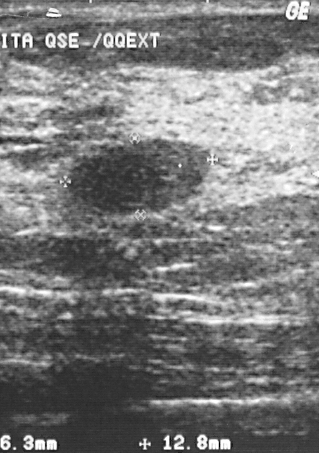
Imaging: breast ultrasound image. Acquired on GE Logiq 5 @10-12MHz.
Finding: mass, benign on biopsy or follow-up.